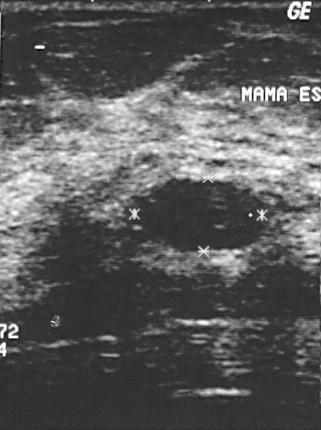
Modality: breast ultrasound. Scanner: GE Logiq 5 @10-12MHz.
Biopsy or follow-up result: benign. BI-RADS assessment is 2.